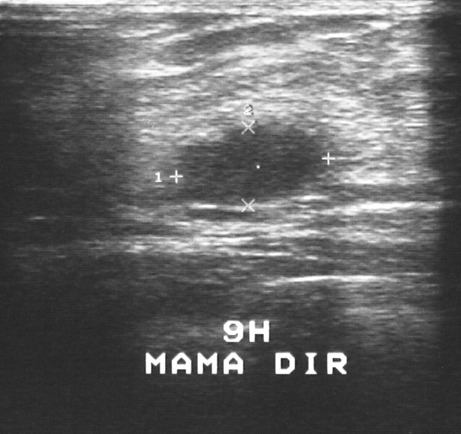
Modality: breast ultrasound scan.
Biopsy or follow-up result: benign. (BI-RADS category 3.)